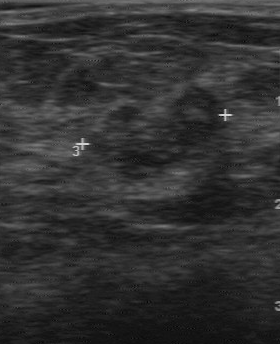
Acquired on GE Logiq 7 @10-14MHz. Breast ultrasound scan.
Original-read BI-RADS category: 4.
On a second read by an independent reader:
The mass is heterogeneous.
Calcifications: suspected.
The mass has a partially regular margin.
Its boundary is fairly clear.
Biopsy showed invasive ductal carcinoma, a malignant finding.